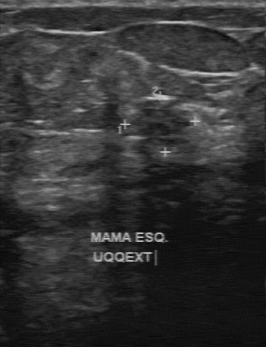
Breast ultrasound. Acquired on GE Logiq 7 @10-14MHz.
BI-RADS category is 4.